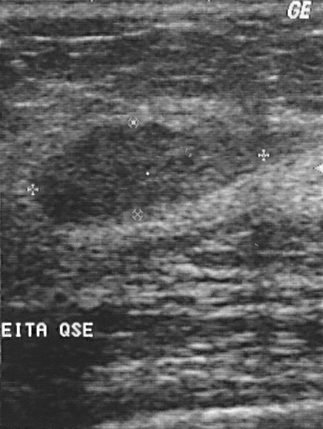
Modality: breast US. Acquired on GE Logiq 5 @10-12MHz.
Assigned BI-RADS 2. Biopsy showed fibrocystic changes, a benign finding. Outcome on biopsy or follow-up: benign.